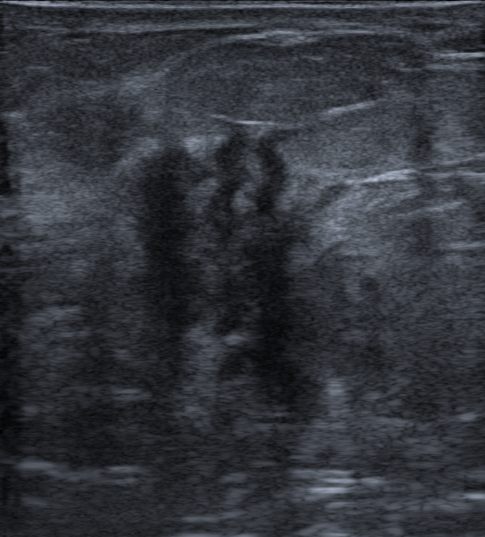
Background tissue composition: homogeneous: fat. Age 72. Breast sonogram.
Finding: lesion, malignant on biopsy or follow-up. BI-RADS 5.